Modality: breast ultrasound image.
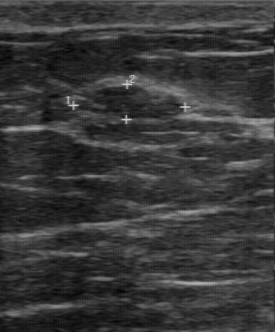
The original reader assigned BI-RADS 3. A second reader, independent of the original assessment, describes a hypoechoic breast lesion with a regular margin; the boundary is clear. The biopsy result was fibroadenoma; the breast lesion is benign.